Imaging: breast US.
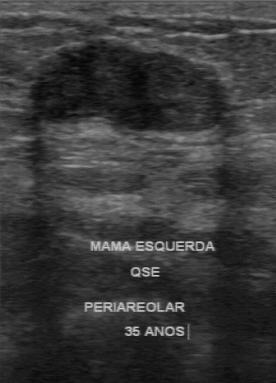
BI-RADS 2 in the original read. On a second, independent read, a mass with a regular margin and a clear boundary is seen; it is hypoechoic. Biopsy showed fibroadenoma, a benign finding.